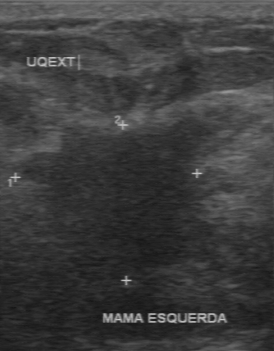
Modality: breast US.
The lesion is malignant on biopsy or follow-up.